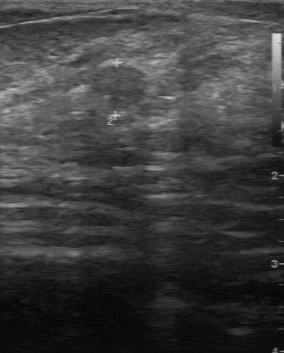
Imaging: B-mode breast ultrasound.
Lesion: benign on biopsy or follow-up. (BI-RADS category 3.)